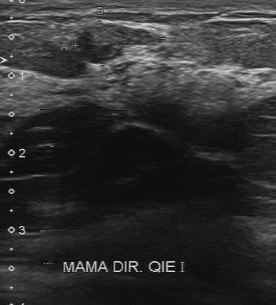
Modality: breast sonogram. Scanner: Toshiba Aplio 300 @12-14 MHz.
The lesion was assessed as BI-RADS 4 by the original reader. The following findings are from a second reader, independent of the original assessment. Margin: partially regular. Its boundary is fairly clear. The lesion is slightly hypoechoic. No calcifications are seen. Biopsy showed duct ectasia, a benign finding.